Imaging: B-mode breast ultrasound.
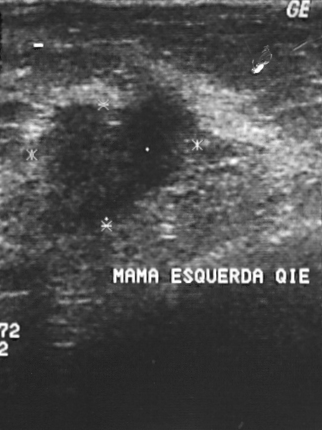
Pixel coordinates (x1, y1, x2, y2): The finding is located within the bounding box [34, 81, 194, 231]. The finding is malignant on biopsy or follow-up.